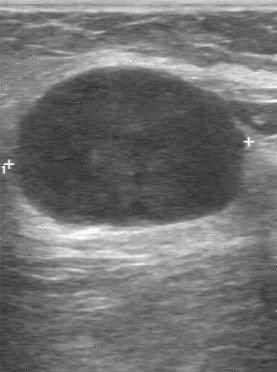
Imaging: breast sonogram.
(coordinates in a 277x372 pixel frame) The finding is located within the bounding box (14,66)-(247,228). The finding is malignant on biopsy or follow-up.